Imaging: B-mode breast ultrasound.
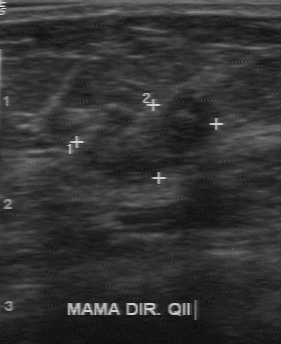
The mass was assessed as BI-RADS 4 by the original reader. On a second read by an independent reader: Internally the mass is heterogeneous. Calcifications: none. Margin: partially regular. Its boundary is somewhat unclear. The biopsy result was invasive ductal carcinoma; the mass is malignant.